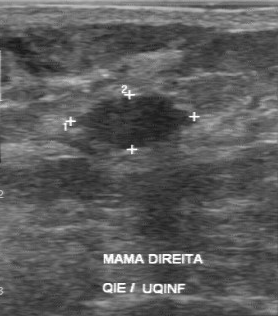
Breast ultrasound.
Breast ultrasound findings:
- contour: regular
- calcifications: absent
- pathology: cyst
- internal echoes: hypoechoic
- lesion boundary: clear